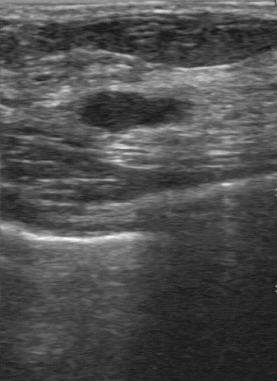
Imaging: breast US.
Mass: benign on biopsy or follow-up. (BI-RADS category 2.)